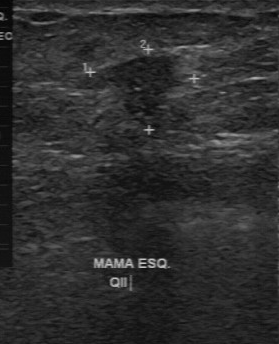
B-mode breast ultrasound.
FINDINGS: Echogenicity: slightly hypoechoic. BI-RADS (first reader): 4. Calcifications: absent. Second-reader BI-RADS: 4A. Outcome on biopsy or follow-up: malignant.
OUTCOME ON BIOPSY OR FOLLOW-UP: malignant.